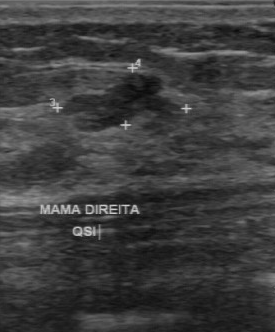
Imaging: breast ultrasound scan. Acquired on GE Logiq 7 @10-14MHz.
This breast ultrasound scan shows a lesion with original BI-RADS: 3, confirmed outcome (biopsy or follow-up): benign, histopathology: fibroadenoma, calcifications: absent, hypoechoic internal echoes, BI-RADS (second read): 4A.